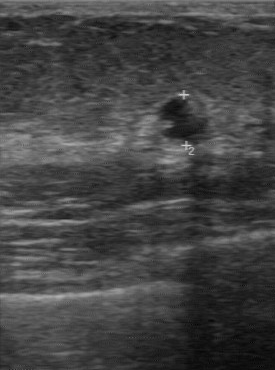
Modality: breast sonogram.
(coordinates in a 275x370 pixel frame) Segment the mass: bounding box x1=160, y1=95, x2=209, y2=139.